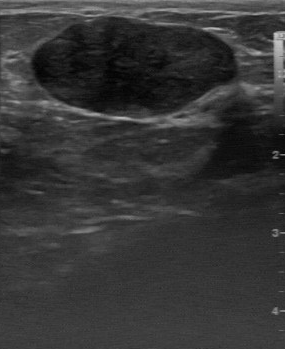
Imaging: breast ultrasound scan.
This breast ultrasound scan shows a mass with histopathology: fibroadenoma, regular contour, hypoechoic echo pattern, calcifications: none, clear lesion boundary.